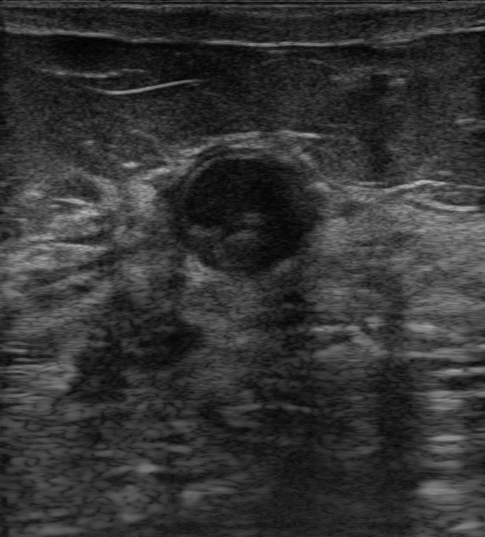
Modality: breast US. Age 56.
The breast lesion occupies approximately (168, 147) to (314, 285). The breast lesion is benign on biopsy or follow-up.